Modality: B-mode breast ultrasound.
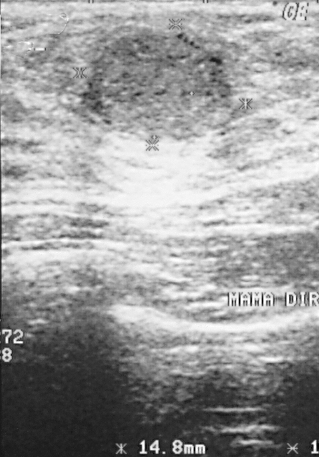
This B-mode breast ultrasound shows a breast lesion. It was assessed as BI-RADS 2. The biopsy result was fibroadenoma; the breast lesion is benign.